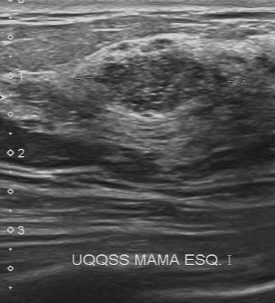
Breast ultrasound.
The mass demonstrates histopathology: fibroadenoma, BI-RADS: 4.